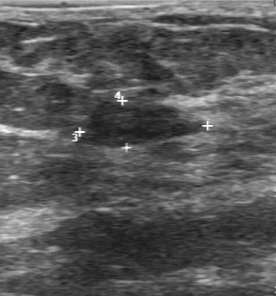
Scanner: GE Logiq 7 @10-14MHz. Modality: breast US.
The finding is benign on biopsy or follow-up. (BI-RADS category 2.)